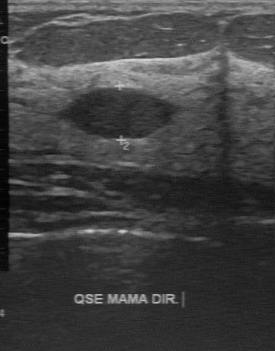
Imaging: breast ultrasound image.
The mass was categorized BI-RADS 2 in the original read. A second reader, independent of the original assessment, describes a hypoechoic mass with a regular margin; the boundary is clear. Histopathology: fibroadenoma (benign).